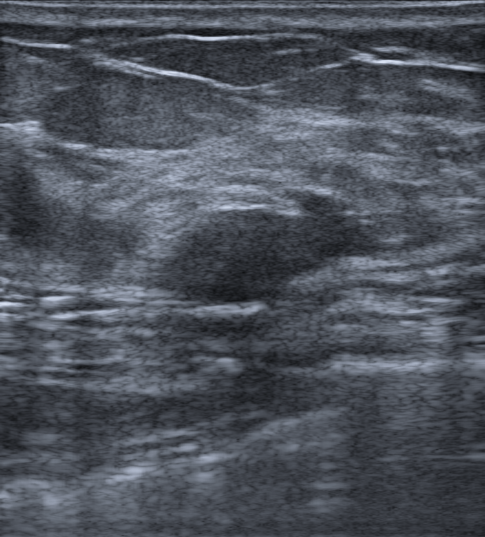
Imaging: breast ultrasound image.
Findings: an oval mass of hypoechoic echotexture with circumscribed margins. There are no posterior features. BI-RADS assessment: 4A; biopsy or follow-up result: benign. Radiologist's impression: Fibroadenoma; Intraductal papilloma. Biopsy result: Fibrocystic change.